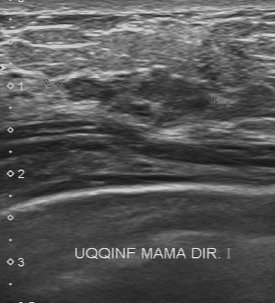
Modality: breast ultrasound image. Scanner: Toshiba Aplio 300 @12-14 MHz.
Original-read BI-RADS category: 4.
On a second read by an independent reader:
Margin: partially regular.
Echo pattern: slightly hypoechoic.
The lesion boundary is somewhat unclear.
No calcifications are seen.
The biopsy result was lobular carcinoma in situ; the finding is malignant.